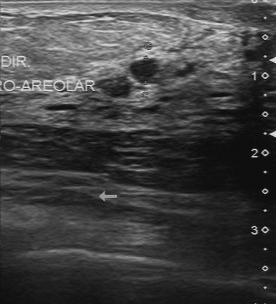
Breast sonogram.
The BI-RADS assessment is 2.